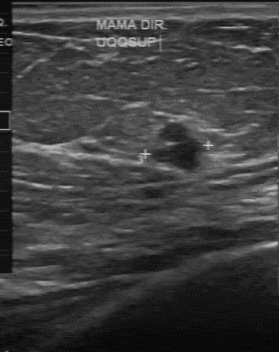
Modality: breast US.
The lesion demonstrates second-reader BI-RADS: 3, calcifications: none.